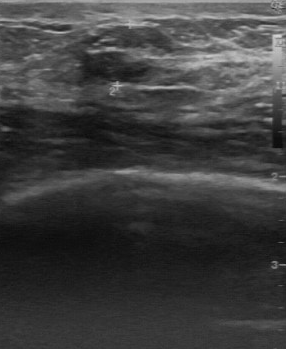
Modality: breast ultrasound image. Scanner: GE Logiq 7 @10-14MHz.
This breast ultrasound image shows a finding, benign on biopsy or follow-up. (BI-RADS category 3.)